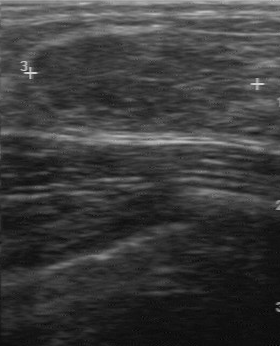
Modality: breast US. Acquired on GE Logiq 7 @10-14MHz.
Breast US findings:
- histopathology: fibroadenoma
- BI-RADS category: 3